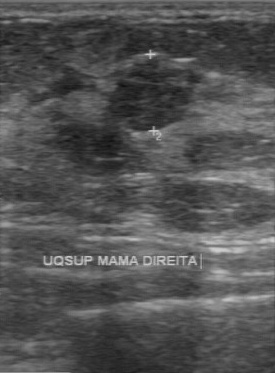
Modality: breast sonogram.
Biopsy or follow-up result: benign.